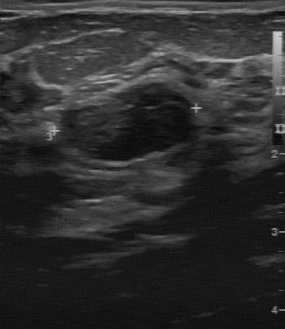
Imaging: breast ultrasound image. Acquired on GE Logiq 7 @10-14MHz.
- lesion boundary: clear
- confirmed outcome (biopsy or follow-up): benign
- calcifications: none
- echo pattern: hypoechoic
- margin: regular